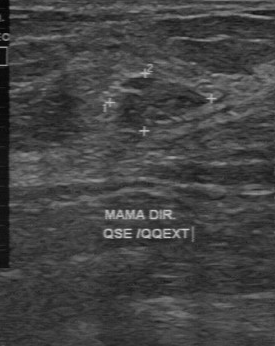
Breast ultrasound.
Lesion characteristics:
- outcome on biopsy or follow-up: benign
- margin: partially regular
- histopathology: fibroadenoma
- calcifications: absent
- boundary: fairly clear
- echogenicity: slightly hypoechoic